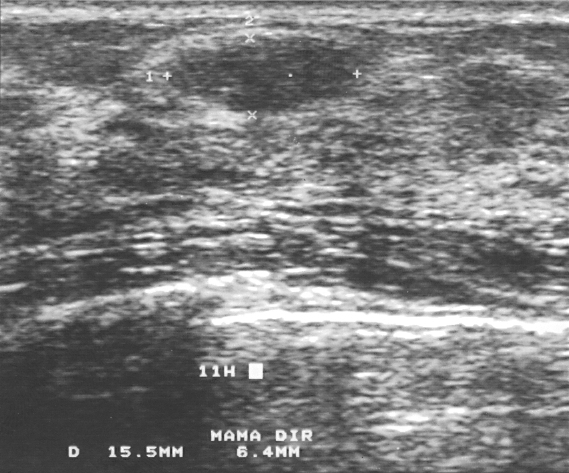
Imaging: breast ultrasound.
A breast lesion is seen. BI-RADS category 3. Biopsy showed fibrocystic changes, a benign finding.